Modality: breast sonogram.
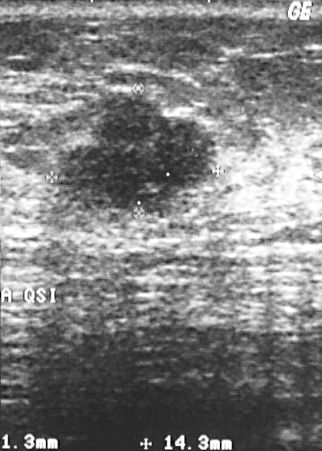
Lesion region of interest: top-left (55, 92), bottom-right (213, 209).